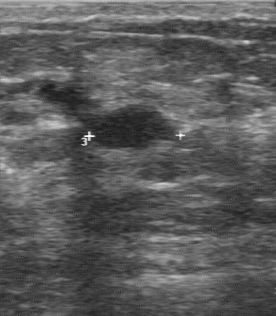
Modality: B-mode breast ultrasound.
The breast lesion is benign on biopsy or follow-up. BI-RADS 3.